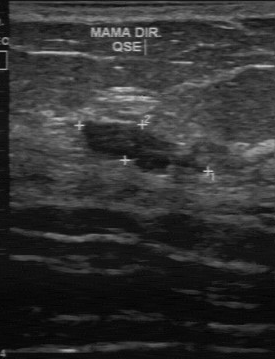
Imaging: breast ultrasound scan.
A finding is seen with slightly hypoechoic echo pattern, partially regular contour, calcifications: absent, outcome on biopsy or follow-up: benign, fairly clear boundary, BI-RADS on independent re-read: 3.